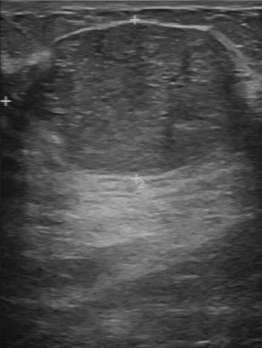
Breast US.
The lesion demonstrates regular lesion margin, calcifications: absent, slightly hypoechoic internal echoes, clear boundary, independent BI-RADS assessment: 4A.